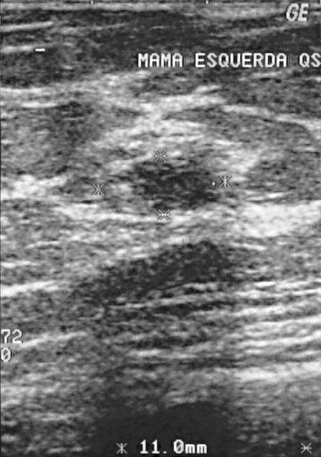
B-mode breast ultrasound.
Breast lesion: benign on biopsy or follow-up.